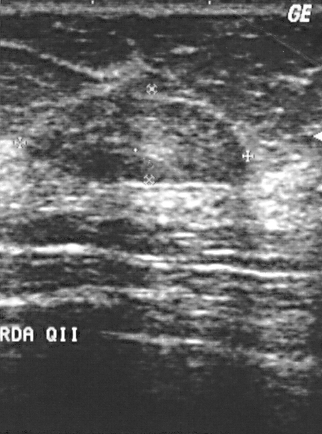
Acquired on GE Logiq 5 @10-12MHz. Modality: breast sonogram.
(coordinates in a 322x434 pixel frame) Segment the finding: bounding box (41,98)-(244,185). The finding is benign on biopsy or follow-up. BI-RADS 2.